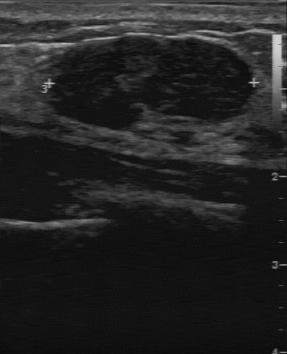
Imaging: breast ultrasound.
Outcome on biopsy or follow-up: benign.